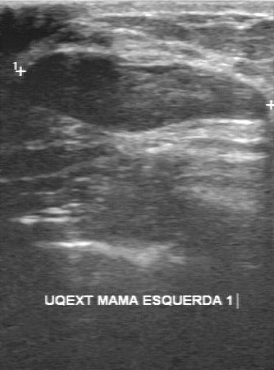
Modality: B-mode breast ultrasound.
Outcome on biopsy or follow-up: benign.